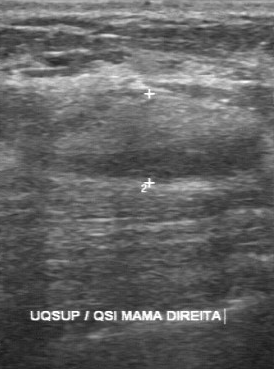
Modality: B-mode breast ultrasound.
FINDINGS: B-mode breast ultrasound. Boundary: fairly clear. Echo pattern: heterogeneous. Calcifications: absent. Histopathology: hamartoma. Contour: regular.